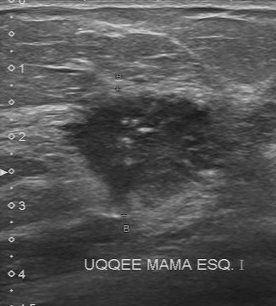
Modality: breast ultrasound. Scanner: Toshiba Aplio 300 @12-14 MHz.
Breast ultrasound findings:
- BI-RADS category: 5
- confirmed outcome (biopsy or follow-up): malignant